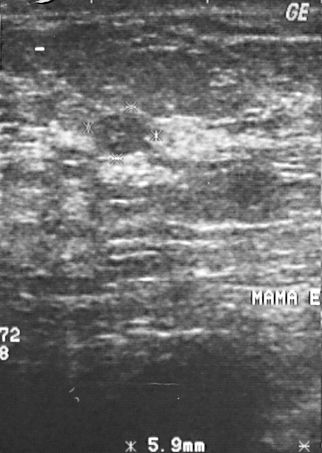
Breast sonogram.
The finding occupies approximately x1=92, y1=112, x2=149, y2=156. The finding is benign on biopsy or follow-up.